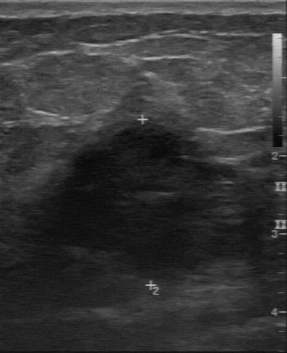
Breast ultrasound scan.
FINDINGS: Breast ultrasound scan. Internal echoes: hypoechoic. Calcifications: absent. BI-RADS (second read): 4B. Lesion margin: irregular. Boundary: unclear.